Imaging: breast ultrasound image.
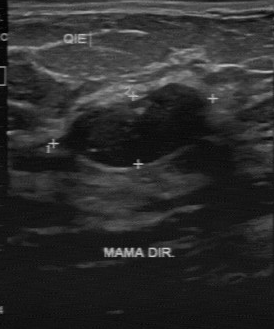
A lesion is seen with confirmed outcome (biopsy or follow-up): benign, regular lesion margin, clear lesion boundary, hypoechoic internal echoes, calcifications: absent.